Acquired on GE Logiq 5 @10-12MHz. Imaging: breast ultrasound.
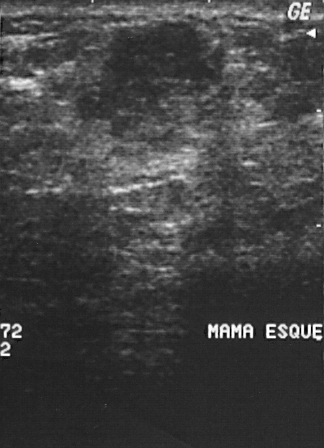
Biopsy or follow-up result: malignant. Assigned BI-RADS 4. Histopathology: invasive ductal carcinoma.